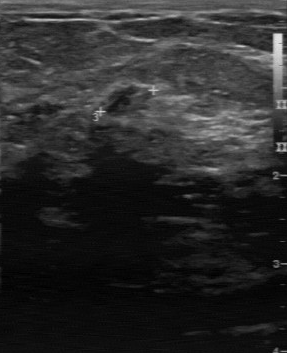
Modality: B-mode breast ultrasound.
Lesion characteristics:
- internal echoes: slightly hypoechoic
- calcifications: none
- boundary: fairly clear
- lesion margin: regular
- biopsy result: fibroadenoma